Modality: breast US.
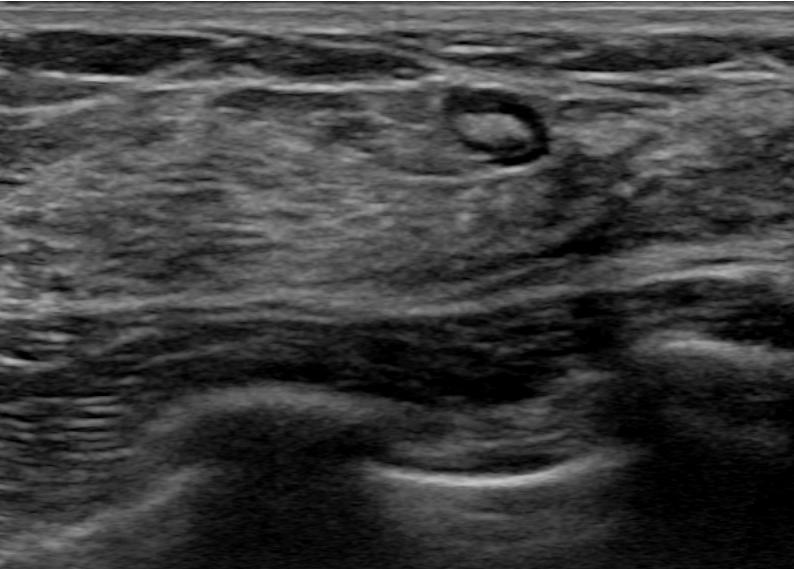
Lesion region of interest: 446 86 548 170. The breast lesion is benign on biopsy or follow-up. BI-RADS 2.